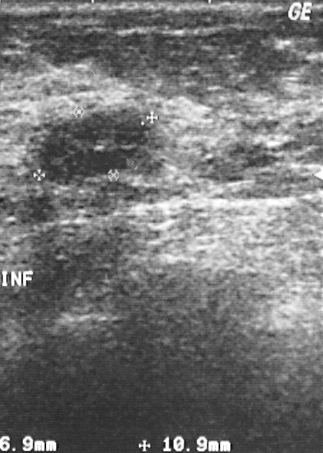
Breast ultrasound image.
This breast ultrasound image shows a finding. Assessment: BI-RADS 3. Biopsy showed cyst, a benign finding.